Imaging: breast US.
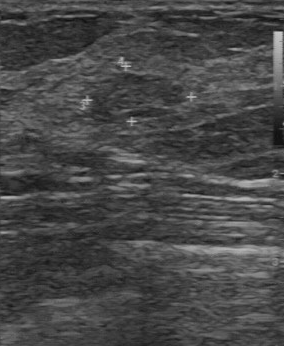
Outcome on biopsy or follow-up: benign.